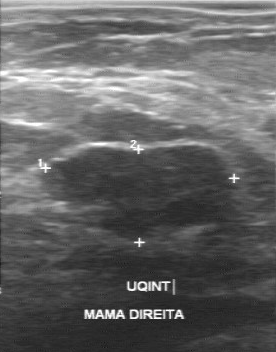
Modality: breast ultrasound image.
Pixel coordinates (x1, y1, x2, y2): Lesion region of interest: 44 146 229 237. BI-RADS 3.